Acquired on Toshiba Aplio 300 @12-14 MHz. Imaging: B-mode breast ultrasound.
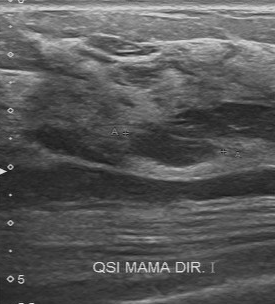
Outcome on biopsy or follow-up: benign.